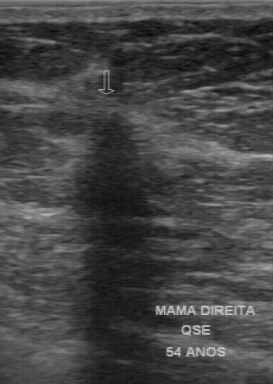
Imaging: breast ultrasound.
- margin: irregular
- echo pattern: hypoechoic
- confirmed outcome (biopsy or follow-up): malignant
- lesion boundary: unclear
- calcifications: none